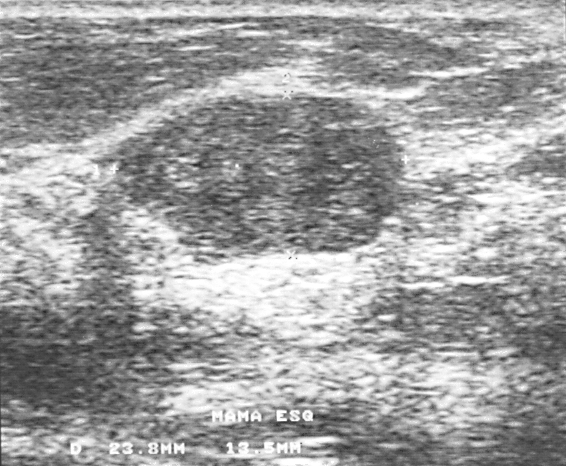
Breast sonogram.
This breast sonogram shows a lesion, benign on biopsy or follow-up.